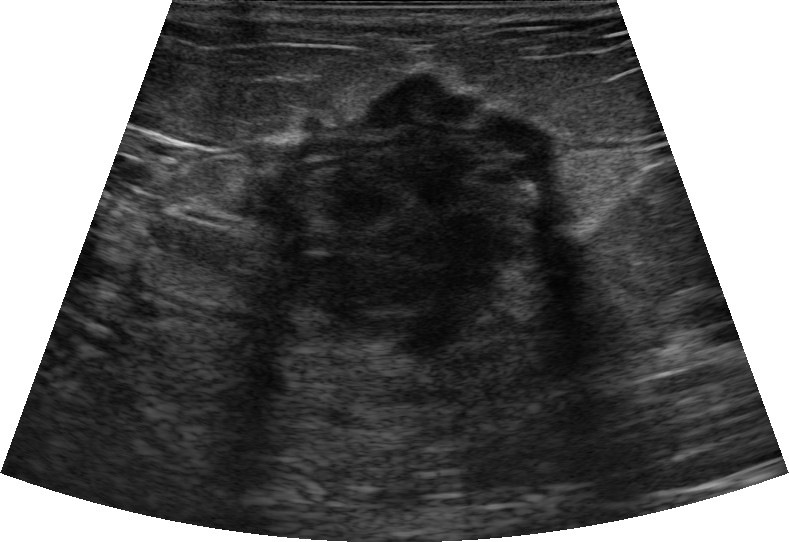
Modality: B-mode breast ultrasound.
Findings: an irregular finding of hypoechoic echotexture with indistinct margins. There is posterior acoustic shadowing. Calcifications: none. BI-RADS 4C; outcome on biopsy or follow-up: malignant. Histopathology: Invasive carcinoma of no special type (NST).